Imaging: breast ultrasound scan.
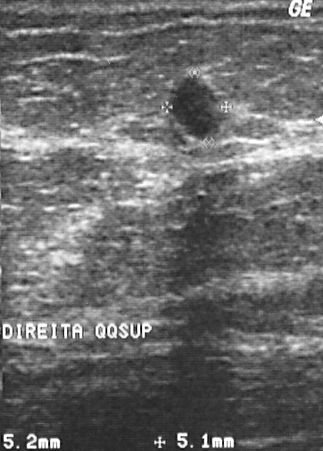
BI-RADS assessment: 2. Histopathology: fat necrosis (benign).